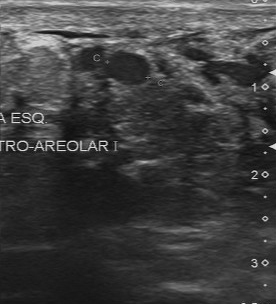
Imaging: breast US.
BI-RADS 2 in the original read. Findings on the second read (an independent reader): a hypoechoic breast lesion, margin regular, boundary clear. Calcifications: none. Pathology confirmed benign apocrine metaplasia.